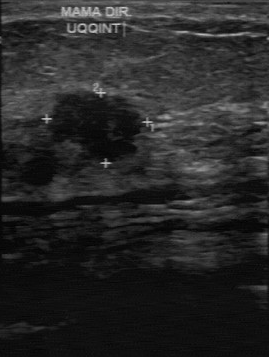
B-mode breast ultrasound.
BI-RADS 4 in the original read. A second, independent read describes the lesion as follows. Echo pattern: hypoechoic. Its boundary is somewhat unclear. Margin: partially regular. Calcifications: none. Histopathology: medullary carcinoma (malignant).